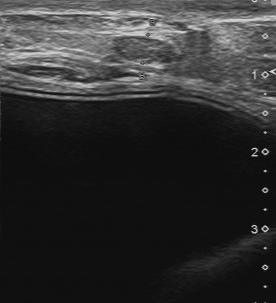
Modality: breast ultrasound.
Breast ultrasound findings:
- calcifications: absent
- lesion boundary: clear
- BI-RADS on independent re-read: 3
- echogenicity: slightly hypoechoic
- original BI-RADS: 4
- margin: regular
- outcome on biopsy or follow-up: benign